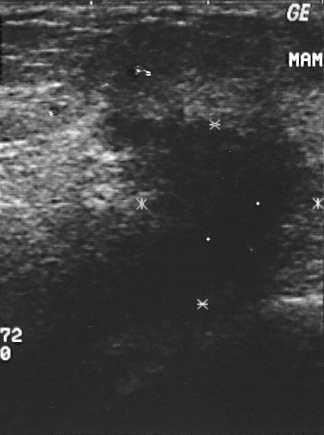
Imaging: breast ultrasound scan.
BI-RADS category 5.
Histopathology: invasive ductal carcinoma (malignant).
The breast lesion is malignant on biopsy or follow-up.